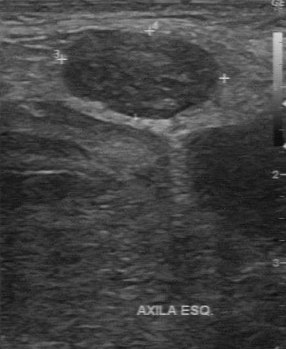
Acquired on GE Logiq 7 @10-14MHz. Modality: breast US.
Independent BI-RADS assessment: 3.